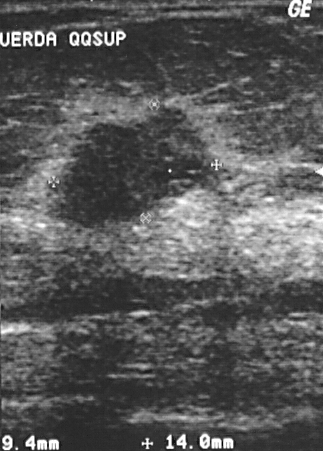
Modality: breast ultrasound image. Scanner: GE Logiq 5 @10-12MHz.
The mass is assessed as BI-RADS 4. Biopsy showed invasive ductal carcinoma. The mass is malignant on biopsy or follow-up.